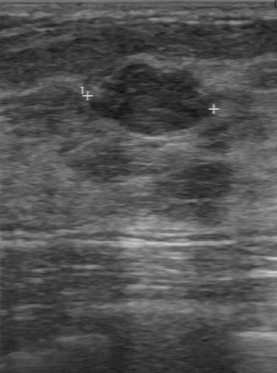
Modality: breast sonogram.
The breast lesion was categorized BI-RADS 3 in the original read. Findings on the second read (an independent reader): a hypoechoic breast lesion, margin regular, boundary clear. Histopathology: fibroadenoma (benign).